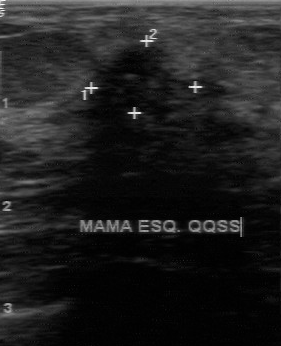
Modality: breast sonogram.
Original-read BI-RADS category: 4. The following findings are from a second reader, independent of the original assessment. The mass has an irregular margin. The lesion boundary is unclear. Internally the mass is heterogeneous. The mass contains microcalcifications. Biopsy showed invasive ductal carcinoma, a malignant finding.